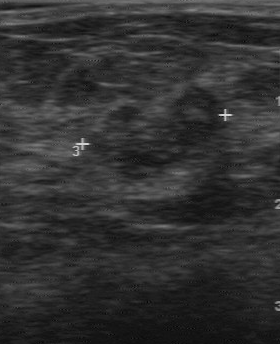
Modality: breast ultrasound scan.
Biopsy or follow-up result: malignant. BI-RADS 4.